Breast ultrasound image.
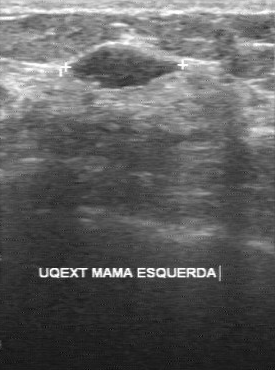
Margin is regular. The original BI-RADS is 3. The boundary is clear. Independent BI-RADS assessment: 3. Confirmed outcome (biopsy or follow-up) is benign. The internal echoes are hypoechoic.